Breast ultrasound scan.
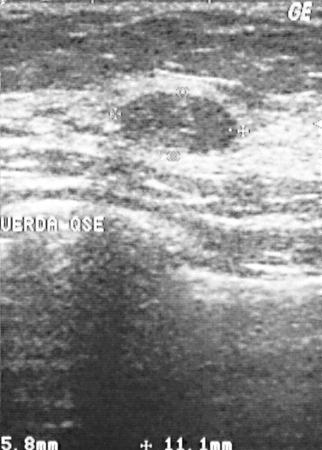
The finding is benign on biopsy or follow-up. BI-RADS assessment: 2. Histopathology: fibroadenoma.